Imaging: breast ultrasound image.
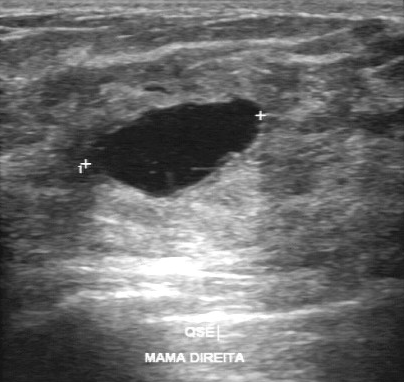
Breast ultrasound image findings:
- echogenicity: anechoic
- calcifications: absent
- boundary: clear
- lesion margin: regular